Imaging: breast ultrasound scan.
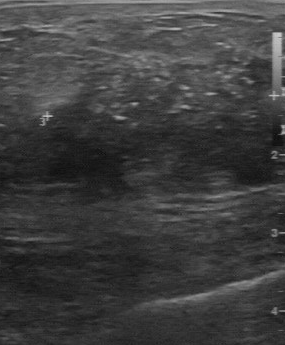
(coordinates in a 285x345 pixel frame) Lesion region of interest: top-left (67, 37), bottom-right (266, 136).